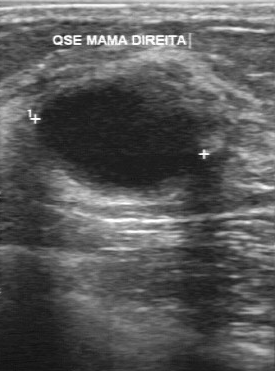
Imaging: breast ultrasound image.
The confirmed outcome (biopsy or follow-up) is benign. The BI-RADS category is 2.